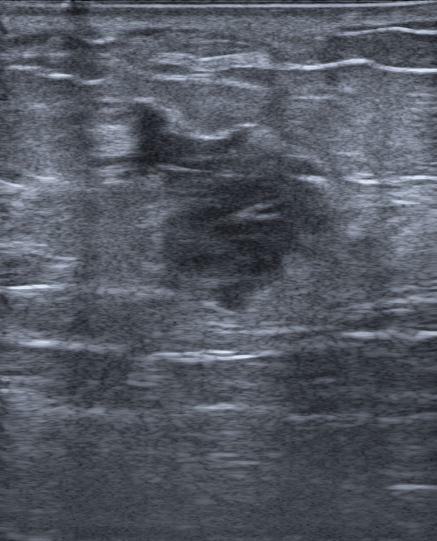
Background tissue composition: heterogeneous: predominantly fat. Breast sonogram. 42-year-old patient.
No calcifications are seen. The breast lesion has angular, microlobulated and indistinct margins. No echogenic halo is seen. No posterior acoustic features are seen. No skin thickening is seen. It has an irregular shape. Its echo pattern is hypoechoic. Outcome on biopsy or follow-up: malignant. Biopsy confirmed invasive carcinoma of no special type (NST). BI-RADS assessment: 4C. Radiologic interpretation: Suspicion of malignancy.